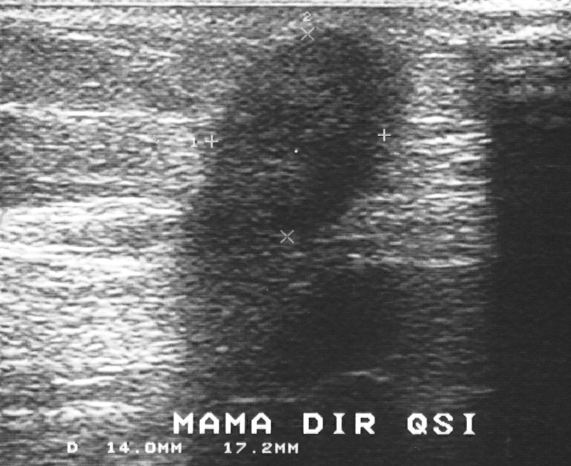
Breast ultrasound.
Biopsy or follow-up result: malignant. BI-RADS assessment: 4. Pathology confirmed invasive ductal carcinoma.